B-mode breast ultrasound. Scanner: GE Logiq 7 @10-14MHz.
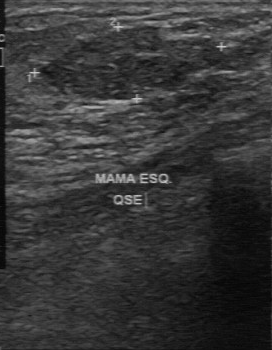
Pixel coordinates (x1, y1, x2, y2): Lesion region of interest: x1=36, y1=24, x2=225, y2=100. BI-RADS 2.